Modality: breast ultrasound scan. Acquired on GE Logiq 7 @10-14MHz.
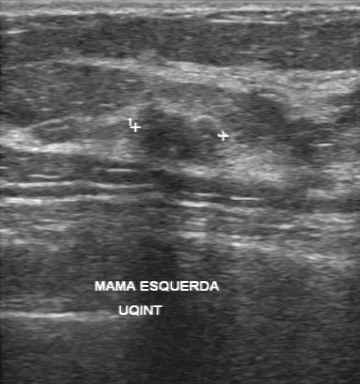
Lesion region of interest: [131, 107, 223, 168]. The breast lesion is benign on biopsy or follow-up.